Imaging: breast US.
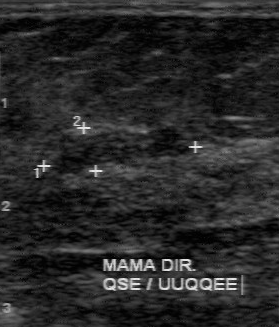
The finding was categorized BI-RADS 4 in the original read. Findings on the second read (an independent reader): a slightly hypoechoic finding, margin partially regular, boundary somewhat unclear. Histopathology: fibroadenoma (benign).